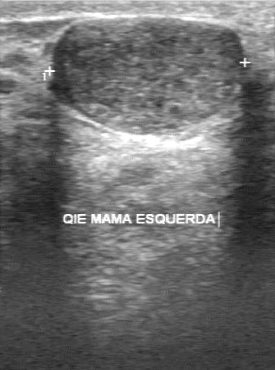
Breast ultrasound scan.
The finding was categorized BI-RADS 4 in the original read. The following findings are from a second reader, independent of the original assessment. The finding has a regular margin. The lesion boundary is clear. The finding is hypoechoic. Calcifications: none. Histopathology: fibroadenoma (benign).